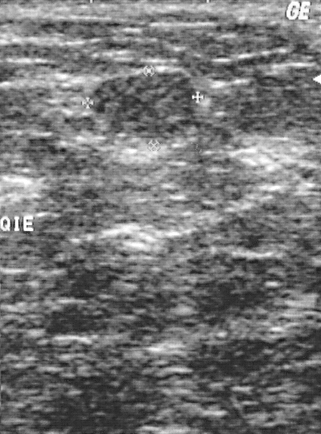
Imaging: breast US.
The finding is benign on biopsy or follow-up. BI-RADS assessment: 2. The biopsy result was fibroadenoma.